Imaging: breast sonogram.
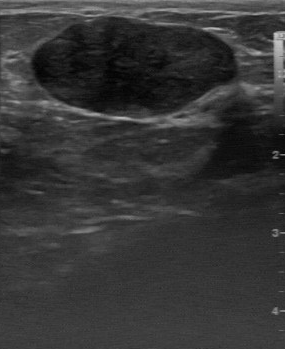
The lesion occupies approximately 31 14 240 112.